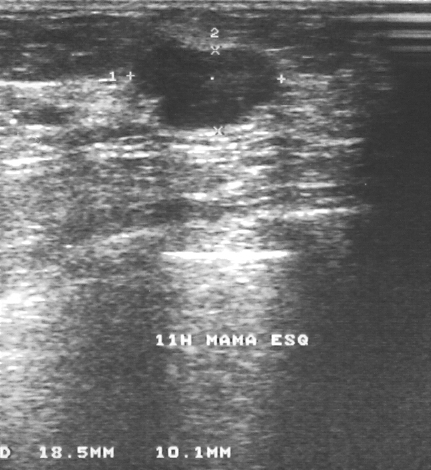
Modality: breast ultrasound scan.
The biopsy result was fibroadenoma.
The finding is benign on biopsy or follow-up.
The finding is assessed as BI-RADS 2.